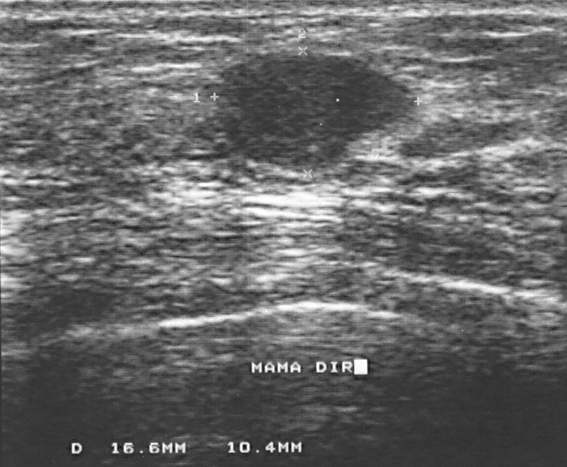
Modality: breast ultrasound image.
Breast ultrasound image findings:
- BI-RADS category: 2